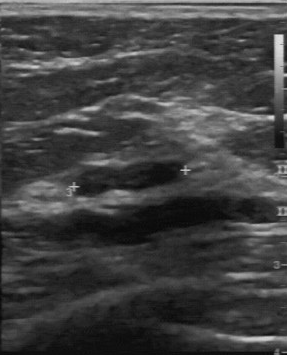
Imaging: B-mode breast ultrasound.
The original reader assigned BI-RADS 2. Findings on the second read (an independent reader): a slightly hypoechoic mass, margin partially regular, boundary fairly clear. Pathology confirmed benign cyst.